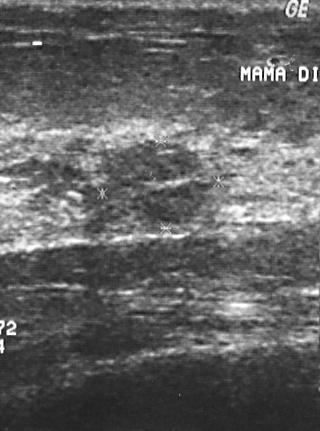
Modality: breast US.
The biopsy result was invasive ductal carcinoma; the breast lesion is malignant. The breast lesion is malignant on biopsy or follow-up. Assigned BI-RADS 4.